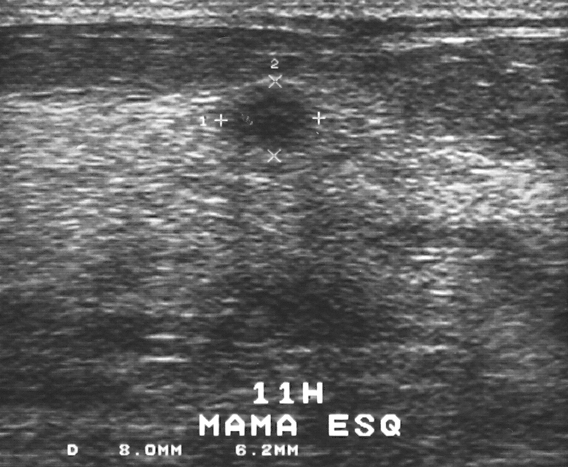
B-mode breast ultrasound.
(coordinates in a 568x467 pixel frame) The mass occupies approximately (218,83)-(311,153).